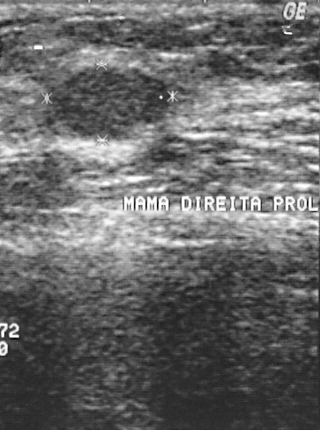
Scanner: GE Logiq 5 @10-12MHz. Breast ultrasound scan.
Breast lesion bounding box: (51,71)-(167,138).